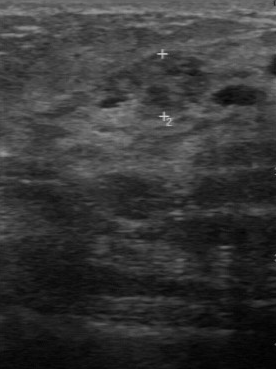
Acquired on GE Logiq 7 @10-14MHz. Imaging: breast ultrasound image.
- biopsy or follow-up result: malignant
- calcifications: absent
- independent BI-RADS assessment: 3
- original BI-RADS: 4
- lesion boundary: fairly clear
- echo pattern: heterogeneous
- margin: partially regular